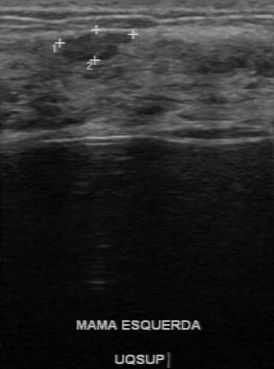
Imaging: breast ultrasound image.
BI-RADS 3 in the original read; on a second read the margin is partially regular, the boundary fairly clear and the lesion hypoechoic. No calcifications are seen. The biopsy result was fibroadenoma; the lesion is benign.